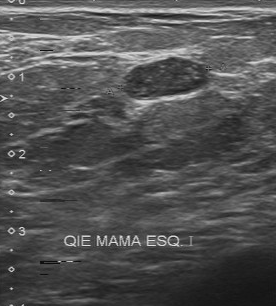
Modality: breast ultrasound image.
Breast ultrasound image findings:
- echogenicity: slightly hypoechoic
- BI-RADS (first reader): 4
- calcifications: multiple calcifications
- independent BI-RADS assessment: 4A
- contour: regular